Modality: breast ultrasound image.
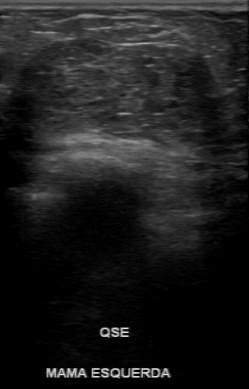
The finding was assessed as BI-RADS 4 by the original reader. On a second, independent read, a finding with a regular margin and a somewhat unclear boundary is seen; it is hypoechoic. Biopsy showed mucinous carcinoma, a malignant finding.